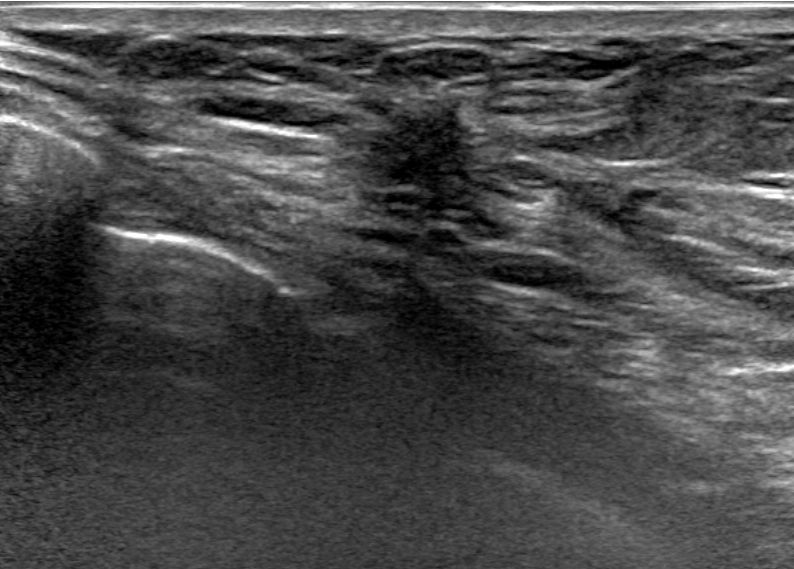
Breast US. Background echotexture is heterogeneous: predominantly fat.
Biopsy or follow-up result: malignant. (BI-RADS category 5.)